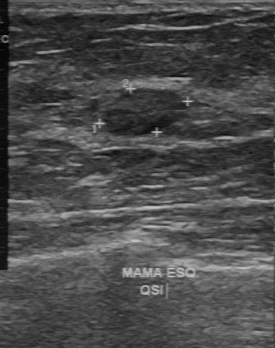
Imaging: breast ultrasound scan.
Coordinates are pixels in the 275x348 image. The finding is located within the bounding box [104, 89, 185, 136]. The finding is benign on biopsy or follow-up.